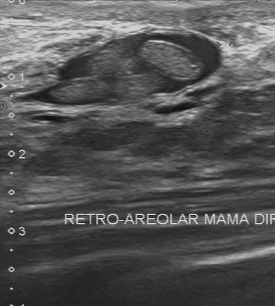
Modality: B-mode breast ultrasound.
There are no calcifications. Independent BI-RADS assessment is 4A. Lesion margin: partially regular. The biopsy or follow-up result is benign.